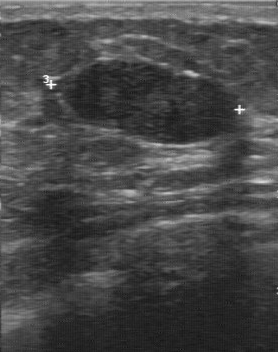
Acquired on GE Logiq 7 @10-14MHz. Breast ultrasound scan.
This breast ultrasound scan shows a breast lesion with BI-RADS: 3, confirmed outcome (biopsy or follow-up): benign, histopathology: fibroadenoma.